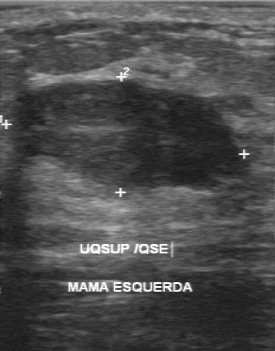
Modality: breast ultrasound scan.
Breast lesion: benign on biopsy or follow-up. (BI-RADS category 3.)